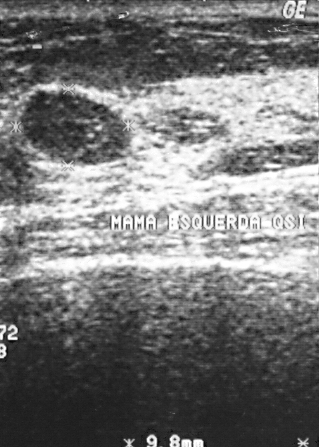
Breast sonogram.
The mass is benign on biopsy or follow-up.
The mass is assessed as BI-RADS 2.
Histopathology: fibroadenoma.